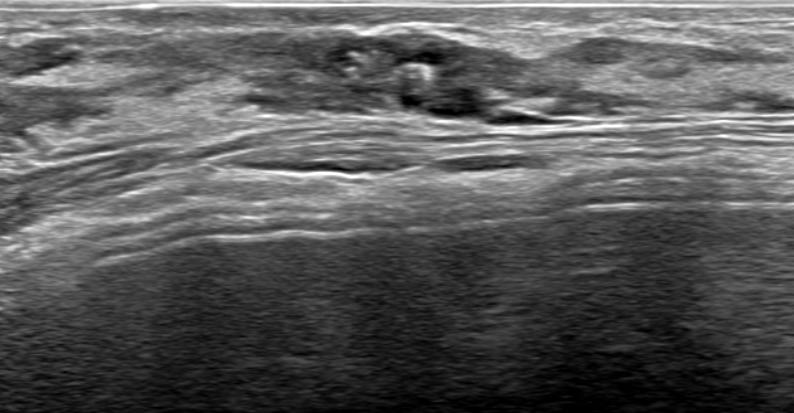
B-mode breast ultrasound.
(coordinates in a 794x413 pixel frame) Segment the breast lesion: bounding box top-left (334, 27), bottom-right (470, 118). The breast lesion is benign on biopsy or follow-up.